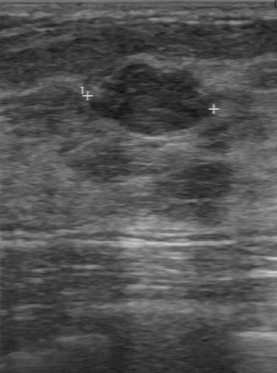
B-mode breast ultrasound.
Biopsy or follow-up result: benign. BI-RADS 3.